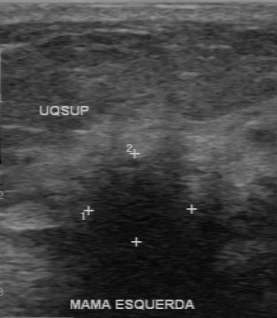
Scanner: GE Logiq 7 @10-14MHz. Imaging: breast US.
Lesion characteristics:
- independent BI-RADS assessment: 5